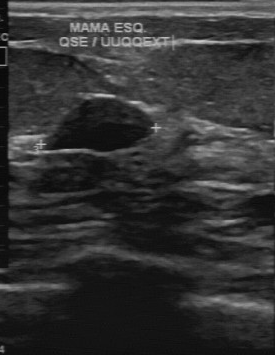
B-mode breast ultrasound.
There are no calcifications. The contour is regular. Lesion boundary is clear. Confirmed outcome (biopsy or follow-up) is benign. Echo pattern: hypoechoic.